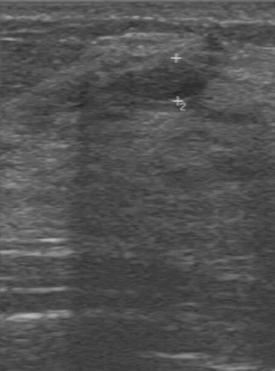
Imaging: breast sonogram.
The finding was assessed as BI-RADS 2 by the original reader. The following findings are from a second reader, independent of the original assessment. Boundary: clear. No calcifications are seen. The margin is regular. Internally the finding is hypoechoic. Biopsy showed fibroadenoma, a benign finding.